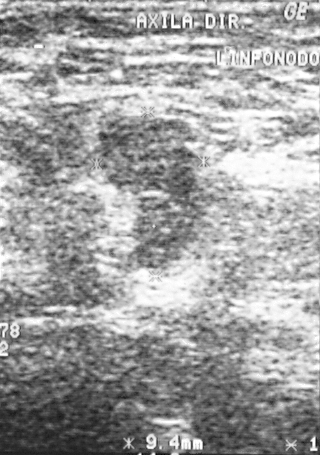
Imaging: breast sonogram.
This breast sonogram shows a lesion. BI-RADS category 5. Histopathology: lymphoma (malignant).